Modality: breast ultrasound scan.
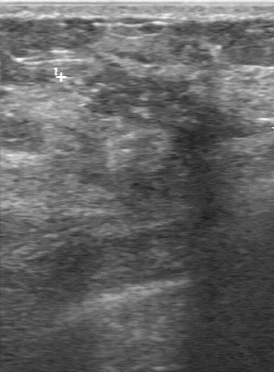
FINDINGS: Breast ultrasound scan. BI-RADS: 4. Confirmed outcome (biopsy or follow-up): malignant.
OUTCOME ON BIOPSY OR FOLLOW-UP: malignant.